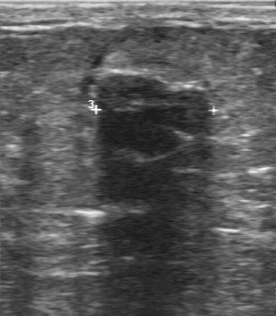
Breast ultrasound.
FINDINGS: Breast ultrasound. Independent BI-RADS assessment: 3. Calcifications: absent.
OUTCOME ON BIOPSY OR FOLLOW-UP: benign.